Breast ultrasound.
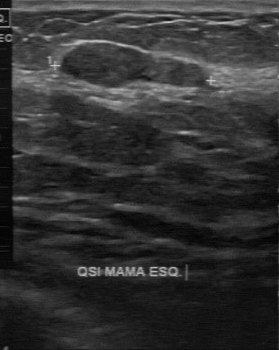
The finding was categorized BI-RADS 3 in the original read. On a second, independent read, a finding with a regular margin and a clear boundary is seen; it is slightly hypoechoic. Calcifications: none. The biopsy result was fibroadenoma; the finding is benign.